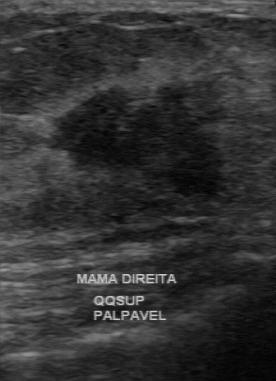
Breast ultrasound.
Pixel coordinates (x1, y1, x2, y2): Segment the lesion: bounding box top-left (46, 81), bottom-right (227, 201). The lesion is malignant on biopsy or follow-up. BI-RADS 4.